B-mode breast ultrasound.
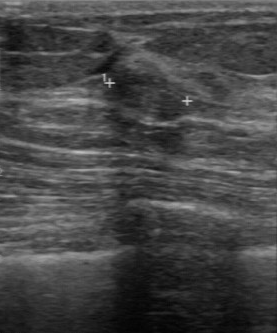
Original-read BI-RADS category: 3. Descriptors from an independent second read (not the reader who assigned the category): The margin is regular. Boundary: clear. The lesion is hypoechoic. No calcifications are seen. Histopathology: fibroadenoma (benign).